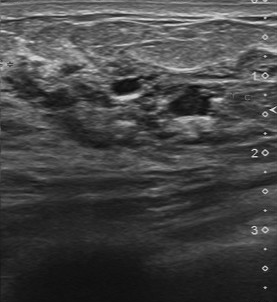
Modality: breast US.
Original-read BI-RADS category: 5. A second, independent read describes the breast lesion as follows. The margin is partially regular. The lesion boundary is somewhat unclear. Echo pattern: mixed cystic and solid. There are no calcifications. The biopsy result was hyperplasia; the breast lesion is benign.